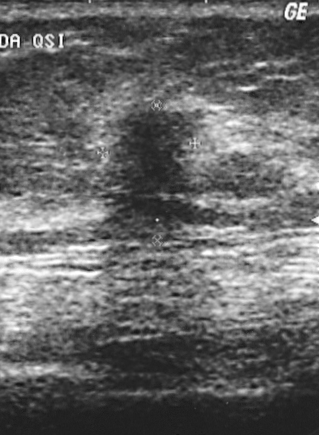
Modality: breast ultrasound scan.
This breast ultrasound scan shows a breast lesion, malignant on biopsy or follow-up.